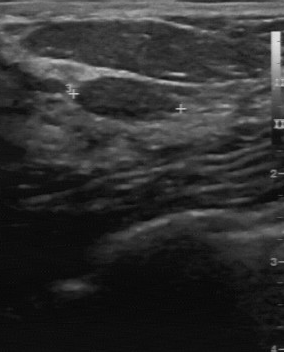
Scanner: GE Logiq 7 @10-14MHz. Imaging: breast US.
Internal echoes: slightly hypoechoic. The BI-RADS on independent re-read is 3. Biopsy or follow-up result is benign. There are no calcifications.